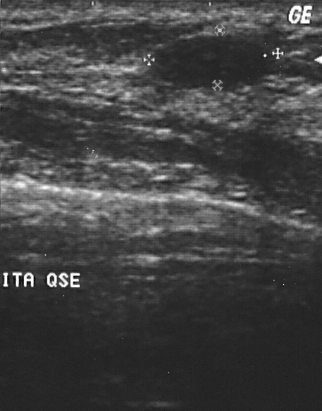
Breast ultrasound.
Biopsy or follow-up result: benign.